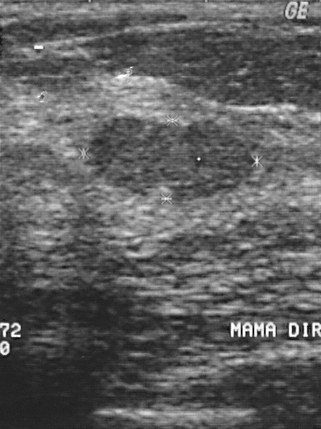
Imaging: breast ultrasound scan. Scanner: GE Logiq 5 @10-12MHz.
A breast lesion is seen. It was assessed as BI-RADS 2. The biopsy result was fibrocystic changes; the breast lesion is benign.